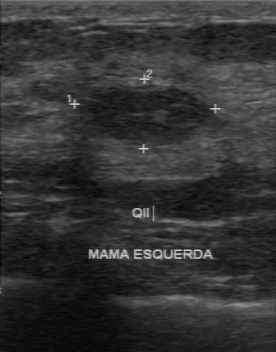
Imaging: B-mode breast ultrasound.
Independent BI-RADS assessment: 3. Lesion margin: regular.